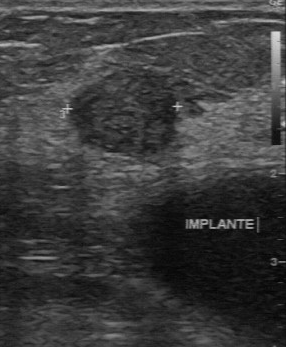
Modality: breast ultrasound image.
Biopsy or follow-up result: benign.